Modality: B-mode breast ultrasound.
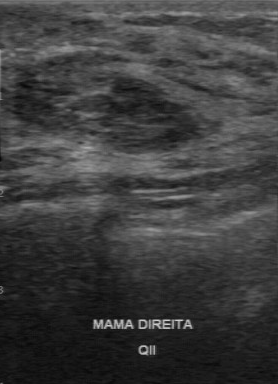
Segment the breast lesion: bounding box 15 75 199 153. The breast lesion is benign on biopsy or follow-up. BI-RADS 4.